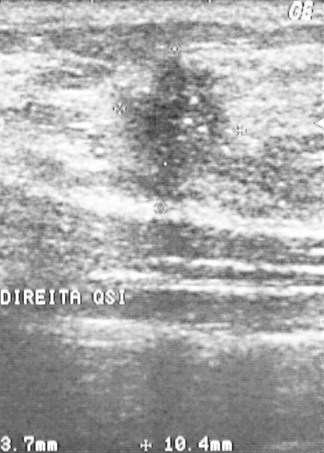
Imaging: breast ultrasound image. Acquired on GE Logiq 5 @10-12MHz.
The biopsy result was invasive ductal carcinoma.
This mass proved malignant on biopsy or follow-up.
Assigned BI-RADS 5.